Modality: breast US.
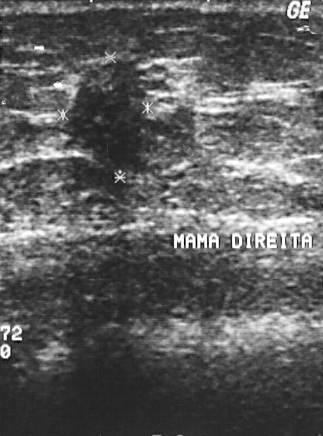
Outcome on biopsy or follow-up: malignant.